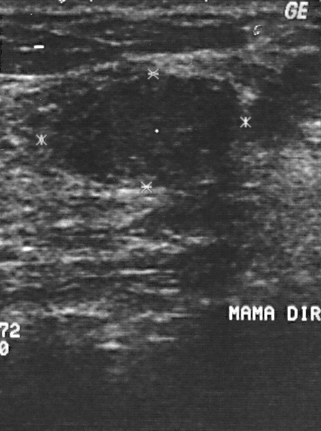
Scanner: GE Logiq 5 @10-12MHz. Modality: breast ultrasound image.
- BI-RADS category: 2